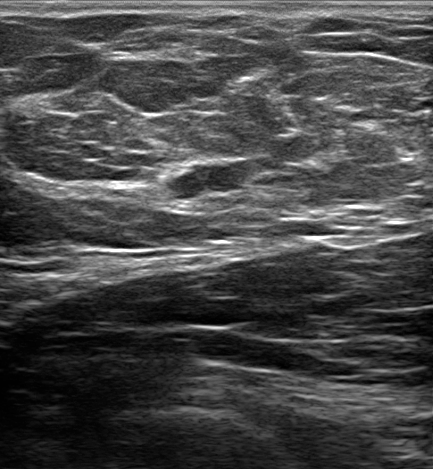
Modality: breast ultrasound. Age 70.
Outcome on biopsy or follow-up: malignant.